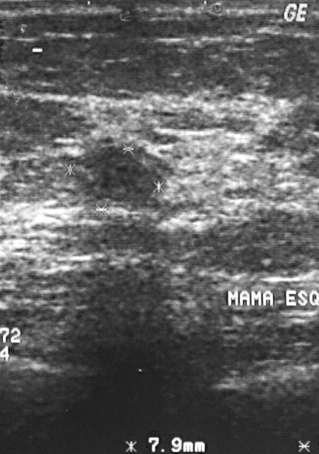
Modality: breast US.
Lesion characteristics:
- BI-RADS category: 2
- confirmed outcome (biopsy or follow-up): benign
- biopsy result: fibrocystic changes